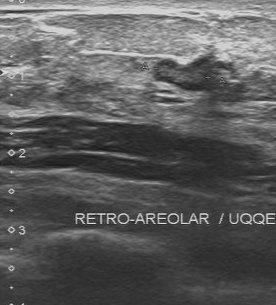
Imaging: breast ultrasound image.
Coordinates are pixels in the 276x305 image. Mass bounding box: (152, 56) to (211, 90). BI-RADS 3.